B-mode breast ultrasound. Acquired on GE Logiq 5 @10-12MHz.
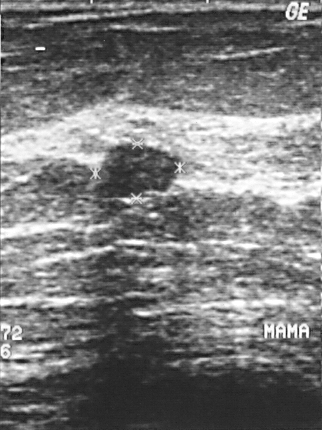
Biopsy or follow-up result: benign. BI-RADS 2.